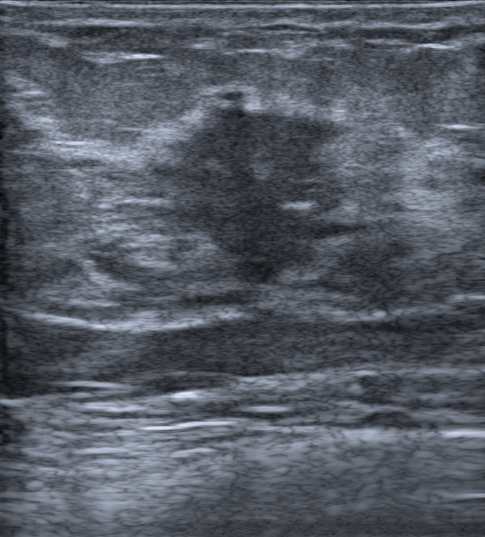
Imaging: breast ultrasound image.
Mass bounding box: top-left (150, 87), bottom-right (375, 289). BI-RADS 4C.